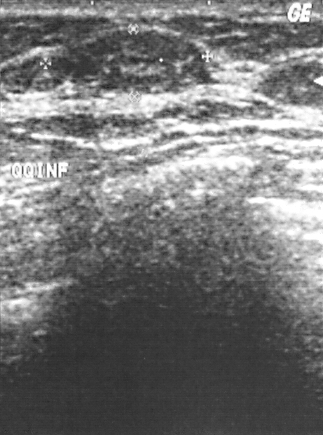
Breast ultrasound image.
Mass: benign on biopsy or follow-up. (BI-RADS category 2.)